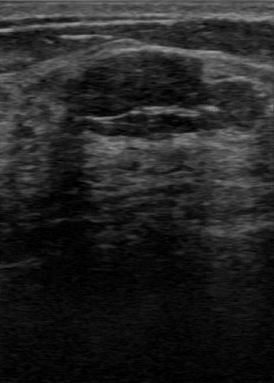
Breast ultrasound scan.
Breast ultrasound scan findings:
- margin: regular
- lesion boundary: clear
- echogenicity: hypoechoic
- histopathology: fibroadenoma
- calcifications: none